Modality: breast US.
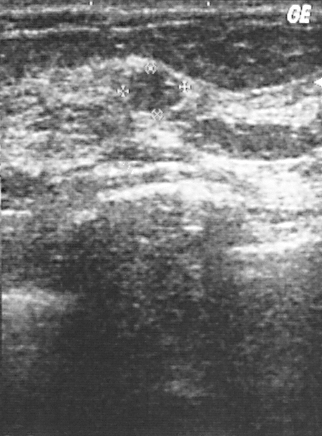
(coordinates in a 322x436 pixel frame) The breast lesion occupies approximately x1=127, y1=70, x2=181, y2=109. The breast lesion is benign on biopsy or follow-up. BI-RADS 2.